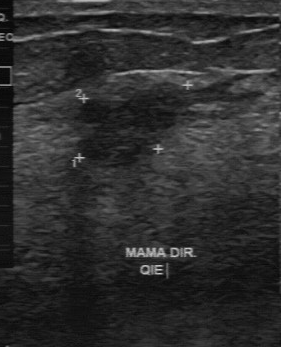
Breast US.
The breast lesion was categorized BI-RADS 4 in the original read. A second reader, independent of the original assessment, describes a slightly hypoechoic breast lesion with an irregular margin; the boundary is unclear. Pathology confirmed benign intraductal papilloma.